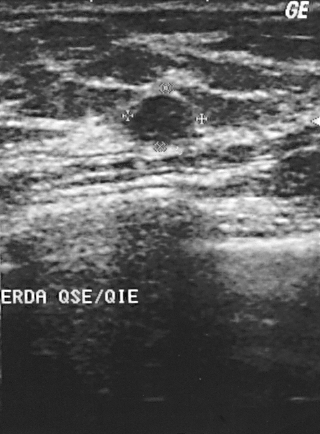
Imaging: breast ultrasound. Scanner: GE Logiq 5 @10-12MHz.
The finding occupies approximately top-left (126, 96), bottom-right (189, 144).